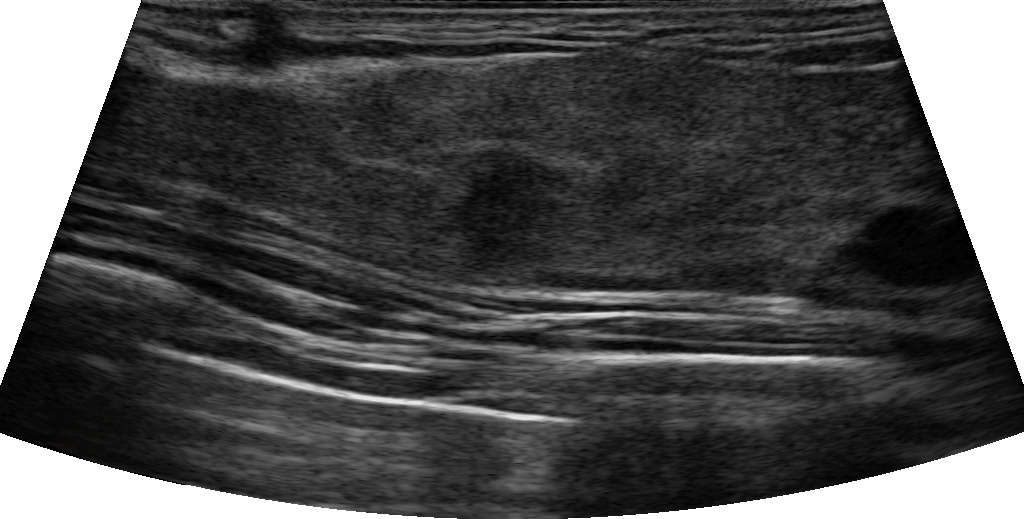
Imaging: breast ultrasound. Age 45.
A lesion is seen with skin thickening: none, not circumscribed - indistinct lesion margin, BI-RADS assessment: 4B, radiologist impression: Suspicion of malignancy; Dysplasia, echogenic halo: absent, irregular lesion shape, outcome on biopsy or follow-up: benign, posterior features: shadowing, calcifications: in a mass.